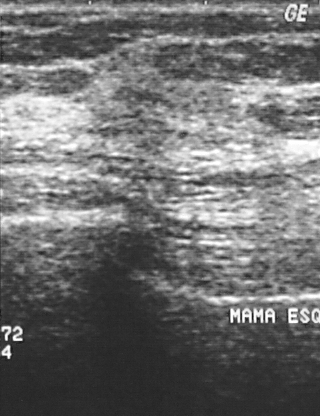
Modality: B-mode breast ultrasound.
Coordinates are pixels in the 320x416 image. Lesion region of interest: (81, 29) to (242, 155).